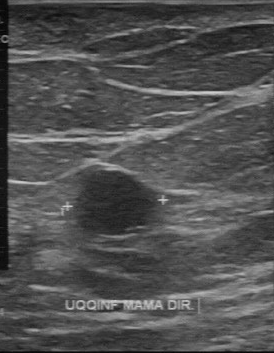
Imaging: breast ultrasound.
Original-read BI-RADS category: 2. A second reader, independent of the original assessment, describes a slightly hypoechoic finding with a regular margin; the boundary is clear. There are no calcifications. Histopathology: cyst (benign).